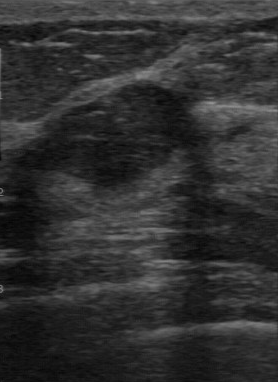
Modality: breast ultrasound.
Outcome on biopsy or follow-up: benign. BI-RADS: 3. Biopsy result: fibroadenoma.
OUTCOME ON BIOPSY OR FOLLOW-UP: benign.